Breast ultrasound. Scanner: GE Logiq 7 @10-14MHz.
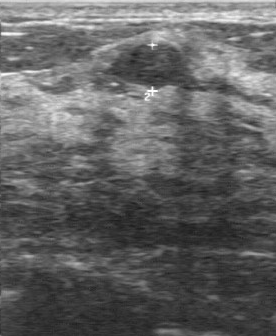
Lesion characteristics:
- echogenicity: hypoechoic
- outcome on biopsy or follow-up: benign
- lesion margin: regular
- boundary: clear
- calcifications: none